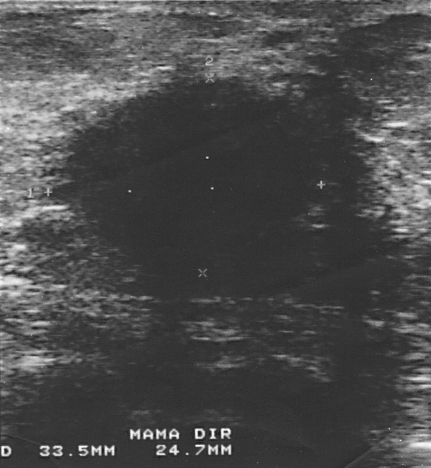
Modality: breast ultrasound scan.
Coordinates are pixels in the 431x468 image. The lesion is located within the bounding box (51, 82) to (312, 271). The lesion is malignant on biopsy or follow-up.